Imaging: breast ultrasound image.
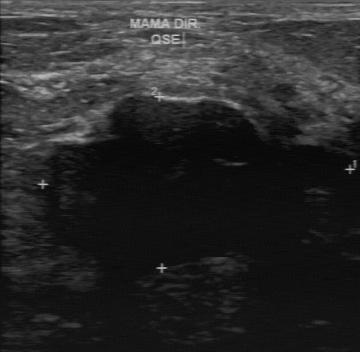
Coordinates are pixels in the 360x352 image. Lesion region of interest: (46,95)-(347,272).